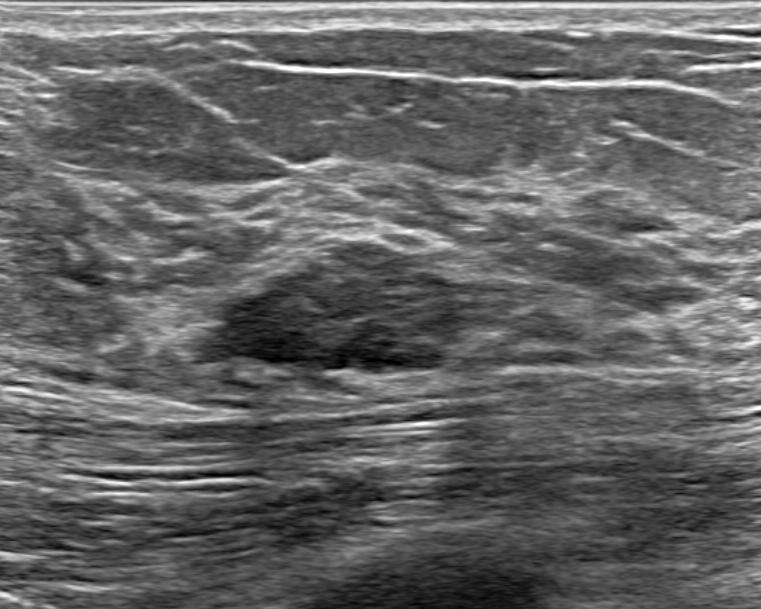
Modality: breast US. Age 38. Background echotexture is heterogeneous: predominantly fibroglandular.
Lesion characteristics:
- calcifications: none
- biopsy or follow-up result: benign
- echo pattern: heterogeneous
- skin thickening: none
- biopsy result: Fibroadenoma
- BI-RADS assessment: 4A
- echogenic halo: none
- lesion shape: oval